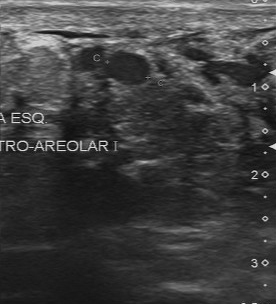
Imaging: breast ultrasound scan.
BI-RADS assessment: 2. Confirmed outcome (biopsy or follow-up): benign. Pathology: apocrine metaplasia.